Age 46. Modality: breast ultrasound scan.
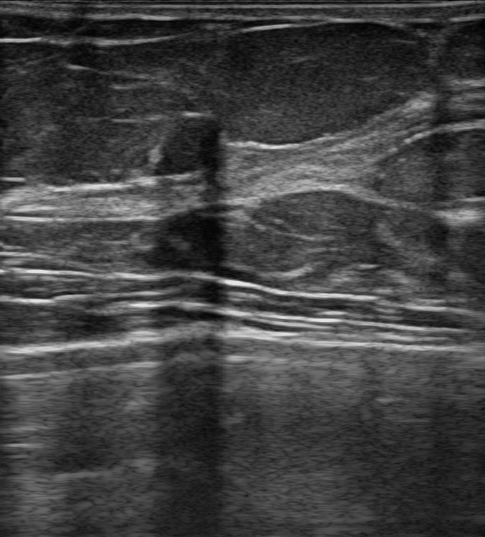
There is an oval finding that is hypoechoic, with circumscribed margins. There is posterior acoustic shadowing. There is no skin thickening. No echogenic halo is seen. BI-RADS assessment: 4A; biopsy or follow-up result: benign. Differential on reading: Complex cyst / Non-simple cyst; Cyst filled with thick fluid; Fibroadenoma; Intraductal papilloma. Biopsy confirmed fibroadenoma.